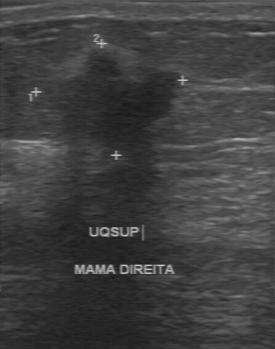
B-mode breast ultrasound.
Outcome on biopsy or follow-up: malignant.